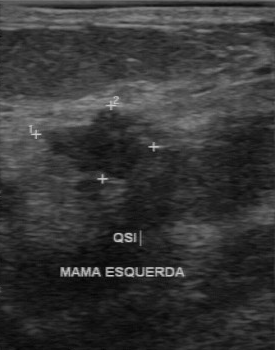
Modality: B-mode breast ultrasound.
Coordinates are pixels in the 275x350 image. Lesion region of interest: [39, 108, 154, 181].